Imaging: B-mode breast ultrasound.
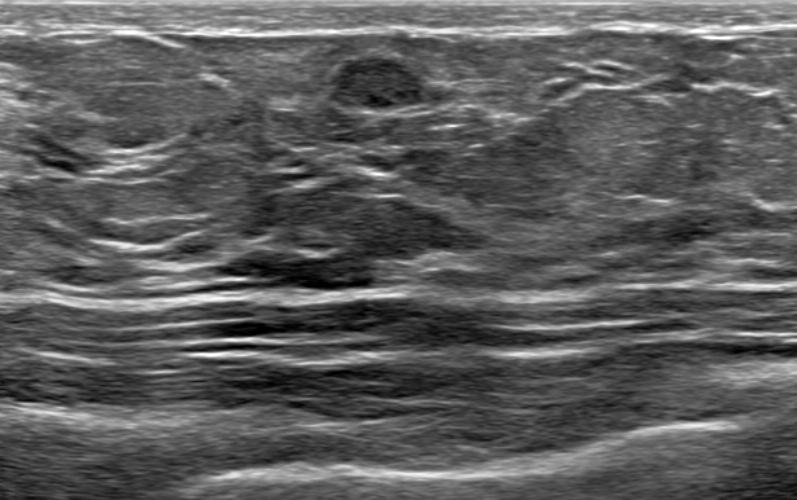
The mass is benign on biopsy or follow-up. The finding was confirmed by follow-up care. BI-RADS assessment: 3. Radiologic interpretation: Fibroadenoma; Lacteal cyst. Shape: oval. No skin thickening is seen. Margins are circumscribed. Posterior features: none. No calcifications are seen. Echogenicity: heterogeneous. Echogenic halo: absent.